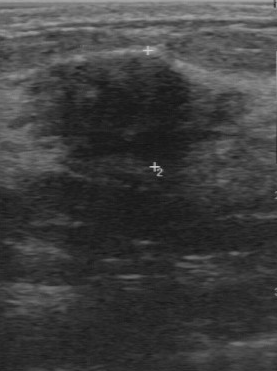
Modality: breast ultrasound image.
The mass was assessed as BI-RADS 4 by the original reader. On a second, independent read, a mass with a regular margin and a fairly clear boundary is seen; it is hypoechoic. No calcifications are seen. Pathology confirmed benign fibrocystic changes.